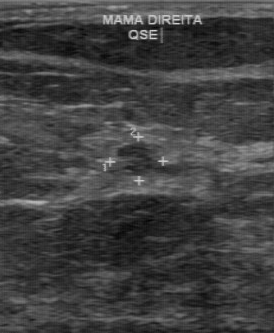
Breast ultrasound image. Acquired on GE Logiq 7 @10-14MHz.
Breast ultrasound image findings:
- calcifications: none
- echogenicity: slightly hypoechoic
- second-reader BI-RADS: 3
- BI-RADS (first reader): 4
- biopsy or follow-up result: benign
- margin: partially regular
- lesion boundary: somewhat unclear